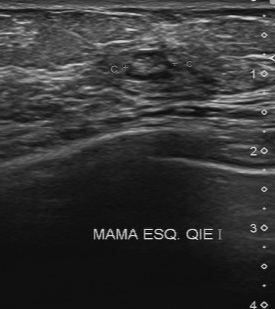
Imaging: breast ultrasound.
Pixel coordinates (x1, y1, x2, y2): Finding bounding box: (124, 51) to (174, 80).